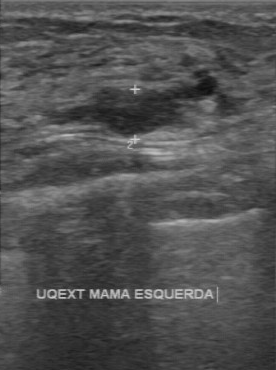
Imaging: B-mode breast ultrasound.
The lesion was categorized BI-RADS 4 in the original read. On a second, independent read, a lesion with a regular margin and a clear boundary is seen; it is hypoechoic. Calcifications: none. The biopsy result was hyperplasia; the lesion is benign.